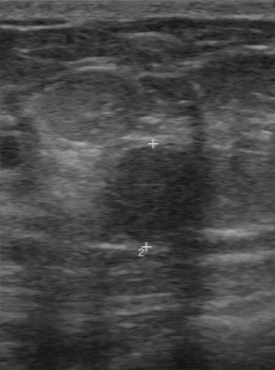
Acquired on GE Logiq 7 @10-14MHz. Breast ultrasound.
A mass is seen with confirmed outcome (biopsy or follow-up): benign, BI-RADS category: 3.